Imaging: breast sonogram. Scanner: GE Logiq 7 @10-14MHz.
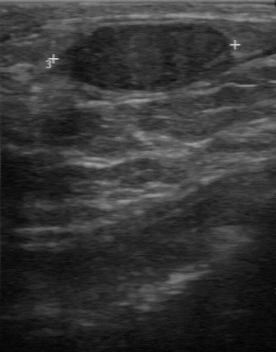
The breast lesion was assessed as BI-RADS 2 by the original reader. The following findings are from a second reader, independent of the original assessment. The margin is regular. Its boundary is clear. Internally the breast lesion is hypoechoic. Calcifications: none. Histopathology: fibroadenoma (benign).